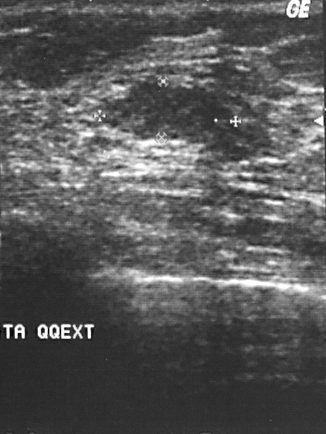
Acquired on GE Logiq 5 @10-12MHz. Modality: breast sonogram.
This breast sonogram shows a finding with BI-RADS category: 2, histopathology: fibroadenoma.